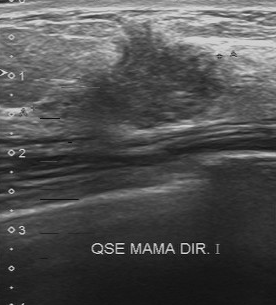
Imaging: breast ultrasound image.
BI-RADS 4 in the original read. On a second, independent read, a lesion with an irregular margin and an unclear boundary is seen; it is slightly hypoechoic. The biopsy result was invasive ductal carcinoma; the lesion is malignant.